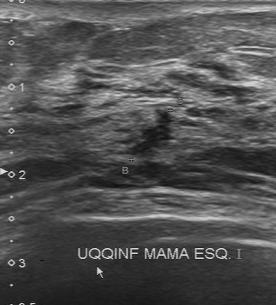
Acquired on Toshiba Aplio 300 @12-14 MHz. Breast US.
The mass was assessed as BI-RADS 4 by the original reader. A second, independent read describes the mass as follows. The margin is partially regular. Boundary: somewhat unclear. Echo pattern: slightly hypoechoic. There are no calcifications. Biopsy showed invasive ductal carcinoma, a malignant finding.